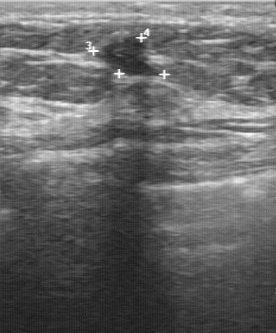
Breast US.
This breast US shows a lesion, benign on biopsy or follow-up.